Modality: breast ultrasound.
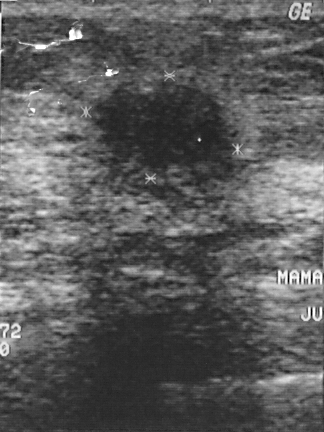
Breast lesion: malignant on biopsy or follow-up.